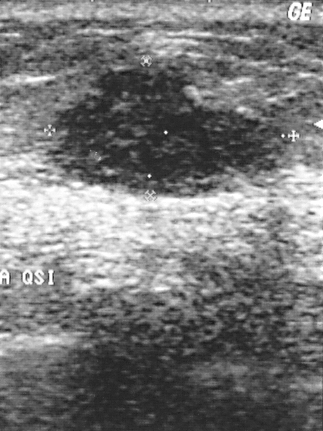
Imaging: breast ultrasound image.
Biopsy or follow-up result: malignant.